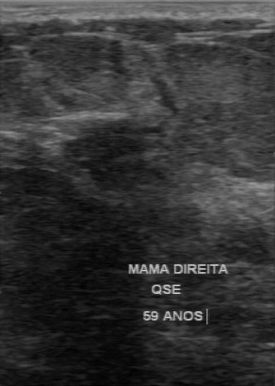
Imaging: breast ultrasound image.
This breast ultrasound image shows a breast lesion, benign on biopsy or follow-up. (BI-RADS category 4.)